Breast ultrasound scan.
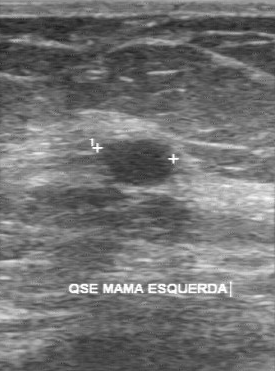
Biopsy or follow-up result: benign.